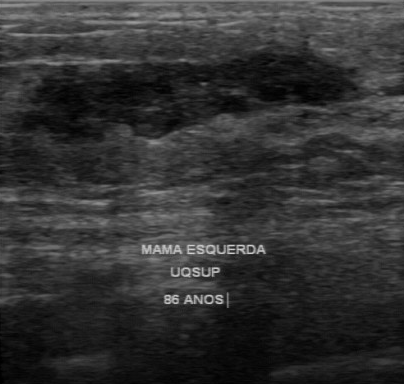
Breast ultrasound.
BI-RADS 4 in the original read. Findings on the second read (an independent reader): a finding of mixed cystic and solid echotexture, margin regular, boundary clear. Calcifications: none. Histopathology: papillary carcinoma (malignant).